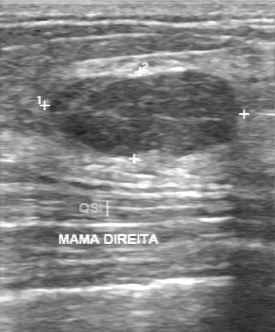
Breast ultrasound.
Lesion characteristics:
- outcome on biopsy or follow-up: benign
- boundary: clear
- BI-RADS (second read): 3
- contour: regular
- echogenicity: heterogeneous